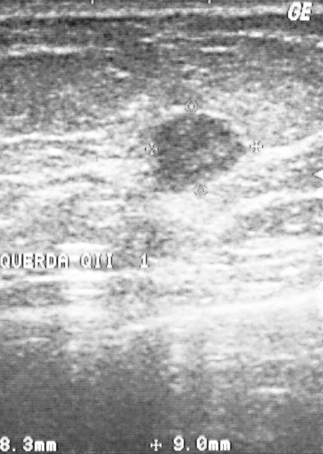
Imaging: breast ultrasound scan.
A mass is seen with biopsy result: papillary carcinoma, BI-RADS assessment: 3.